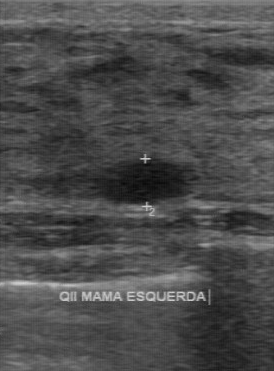
Breast sonogram.
The original reader assigned BI-RADS 3. A second, independent read describes the mass as follows. The margin is regular. The lesion boundary is clear. The mass is hypoechoic. There are no calcifications. Biopsy showed fibroadenoma, a benign finding.